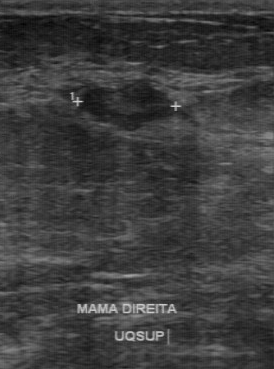
Modality: breast ultrasound scan.
Breast ultrasound scan findings:
- boundary: fairly clear
- margin: partially regular
- calcifications: none
- internal echoes: hypoechoic
- confirmed outcome (biopsy or follow-up): benign